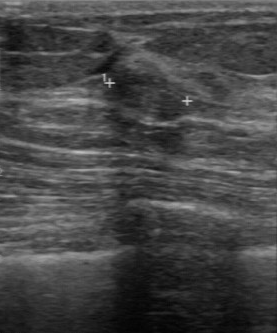
Modality: breast sonogram.
FINDINGS: Breast sonogram. Lesion margin: regular. Second-reader BI-RADS: 3.
OUTCOME ON BIOPSY OR FOLLOW-UP: benign.